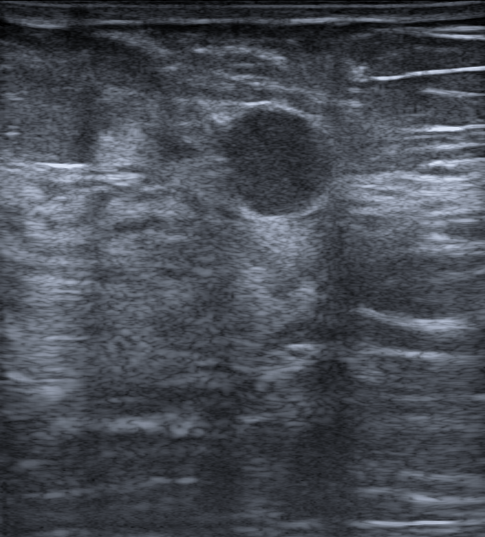
Modality: B-mode breast ultrasound. Background tissue composition: heterogeneous: predominantly fat. 58-year-old patient.
The breast lesion is oval and hypoechoic; its margin is circumscribed. There is posterior acoustic enhancement. Skin thickening: none. BI-RADS 3; outcome on biopsy or follow-up: benign. Radiologic interpretation: Complex cyst / Non-simple cyst; Cyst filled with thick fluid. The finding was confirmed by follow-up care.